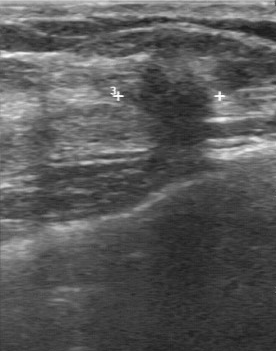
Imaging: breast ultrasound scan.
Boundary is unclear. Biopsy or follow-up result is malignant. Lesion margin is irregular. Echogenicity: hypoechoic. There are no calcifications.